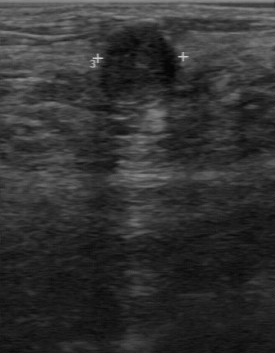
Modality: breast US.
Biopsy or follow-up result: malignant.